Acquired on GE Logiq 7 @10-14MHz. Modality: breast ultrasound image.
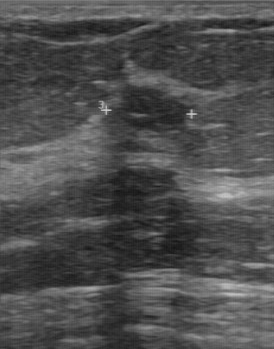
BI-RADS 4 in the original read. On a second read by an independent reader: The lesion has a regular margin. The lesion boundary is clear. Internally the lesion is hypoechoic. Calcifications: none. Biopsy showed fibroadenoma, a benign finding.